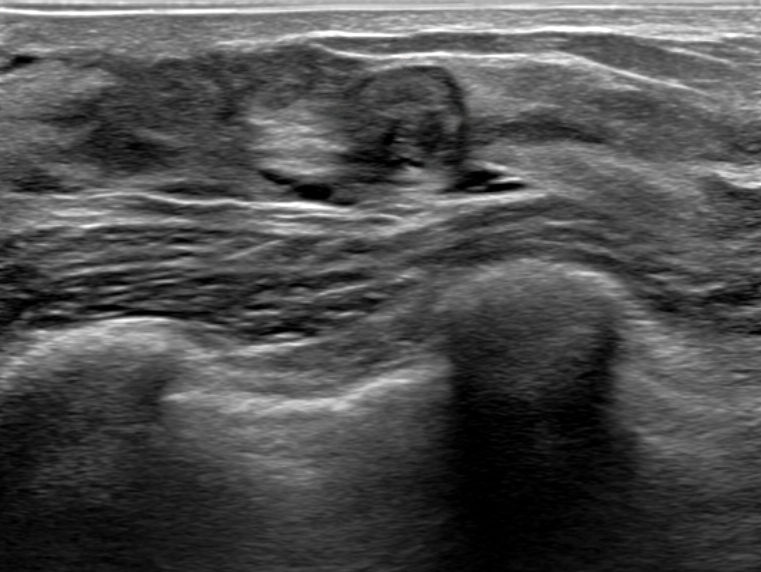
Breast ultrasound image.
Biopsy or follow-up result: benign. BI-RADS 4B.